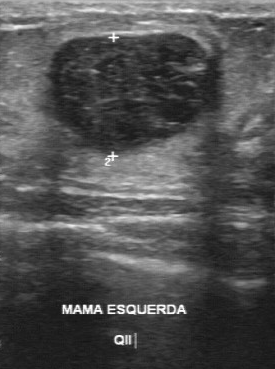
Breast sonogram.
Boundary: clear. Pathology is phyllodes tumor. Echogenicity: slightly hypoechoic. Margin is regular. Calcifications are suspected.